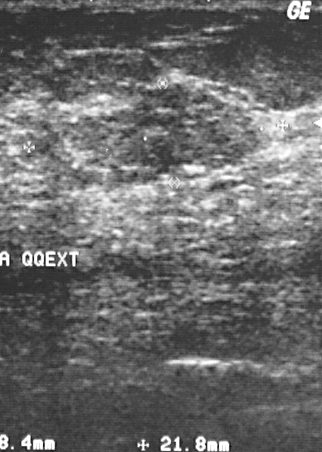
Imaging: breast US. Scanner: GE Logiq 5 @10-12MHz.
A mass is present on this breast US. Assessment: BI-RADS 3. Biopsy showed sclerosing adenosis, a benign finding.